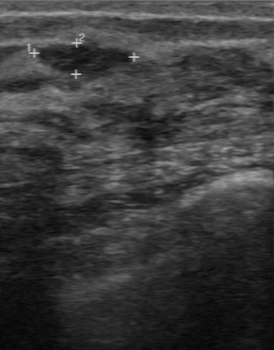
Breast ultrasound.
The original reader assigned BI-RADS 3. A second reader, independent of the original assessment, describes a hypoechoic lesion with a regular margin; the boundary is clear. No calcifications are seen. Biopsy showed sclerosing adenosis, a benign finding.